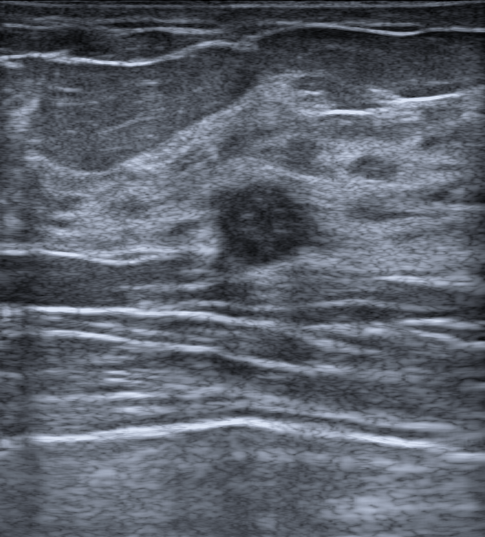
Modality: breast ultrasound scan. Background tissue composition: heterogeneous: predominantly fat. Age 54.
Histopathology: Benign mammary dysplasia. Outcome on biopsy or follow-up: benign. Radiologist's impression: Complex cyst / Non-simple cyst; Cyst filled with thick fluid; Fibroadenoma; Intraductal papilloma. Assigned BI-RADS 4A. No calcifications are seen. Echogenicity: heterogeneous. The lesion has a circumscribed margin. Skin thickening: none. It has an oval shape. No echogenic halo is seen. Posterior enhancement is present.